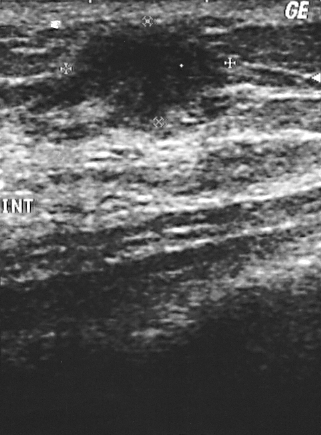
Modality: breast sonogram.
Coordinates are pixels in the 321x435 image. The finding is located within the bounding box x1=74, y1=30, x2=230, y2=122.